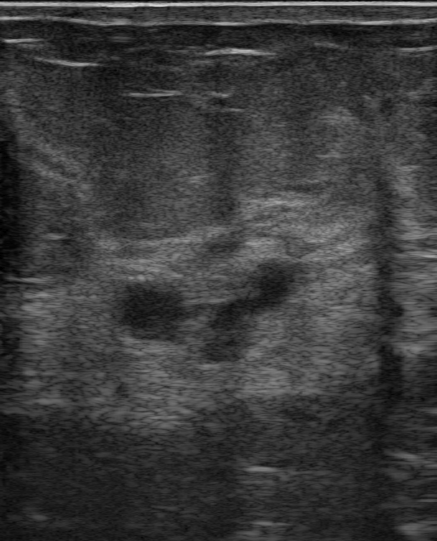
Breast ultrasound image. Age 47.
An oval, hypoechoic lesion with a circumscribed margin is seen. There are no posterior features. Calcifications: none. The lesion is categorized as BI-RADS 4A; on biopsy or follow-up it was benign. Biopsy confirmed benign mammary dysplasia.